Imaging: breast ultrasound scan.
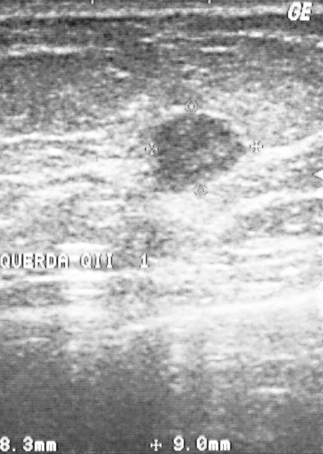
BI-RADS assessment: 3.
The biopsy result was papillary carcinoma.
The mass is malignant on biopsy or follow-up.